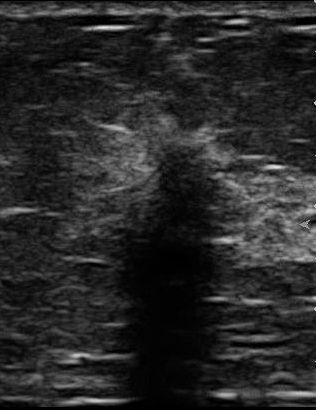
Acquired on U-Systems @10-14MHz. Imaging: breast ultrasound scan.
(coordinates in a 316x410 pixel frame) Lesion region of interest: x1=115, y1=142, x2=231, y2=300. BI-RADS 5.